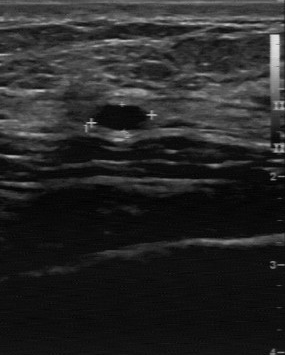
Acquired on GE Logiq 7 @10-14MHz. Imaging: B-mode breast ultrasound.
FINDINGS: Biopsy result: cyst. Outcome on biopsy or follow-up: benign. BI-RADS assessment: 2.
OUTCOME ON BIOPSY OR FOLLOW-UP: benign.